Breast ultrasound. Scanner: Toshiba Aplio 300 @12-14 MHz.
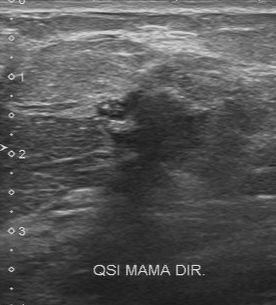
The lesion demonstrates calcifications: suspected, BI-RADS (first reader): 5, BI-RADS (second read): 4B, hypoechoic echo pattern.